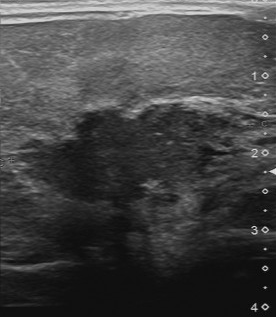
Imaging: breast ultrasound scan.
This breast ultrasound scan shows a lesion, malignant on biopsy or follow-up. (BI-RADS category 5.)